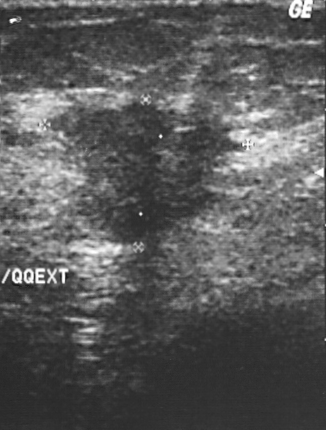
Breast ultrasound image.
Biopsy showed invasive ductal carcinoma. Biopsy or follow-up result: malignant. The finding is assessed as BI-RADS 4.